Patient age: 42. Breast sonogram.
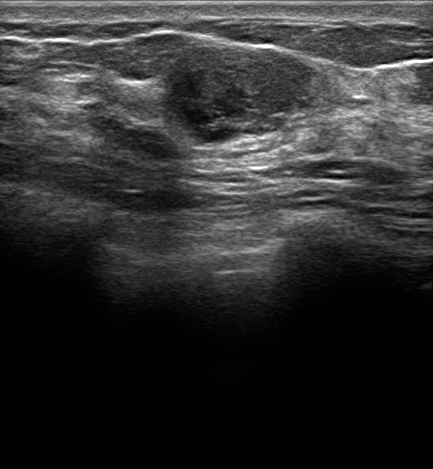
Echogenic halo: none. Calcifications: none. Radiologic interpretation is Suspicion of malignancy; Fibroadenoma; Intraductal papilloma. Lesion shape: irregular. Lesion margin is not circumscribed - indistinct. Biopsy result is Fibroadenoma. There is no skin thickening. BI-RADS assessment: 4B.